Breast US.
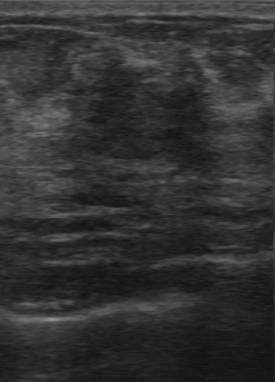
Lesion region of interest: x1=88, y1=66, x2=204, y2=159. The mass is benign on biopsy or follow-up.